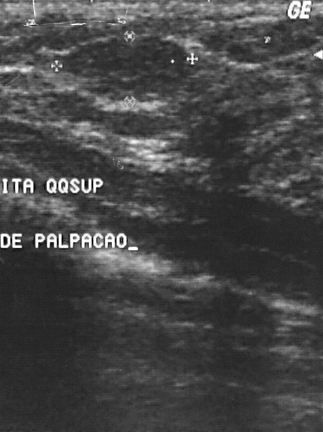
Breast sonogram.
Lesion region of interest: x1=64, y1=36, x2=194, y2=101.